Imaging: B-mode breast ultrasound.
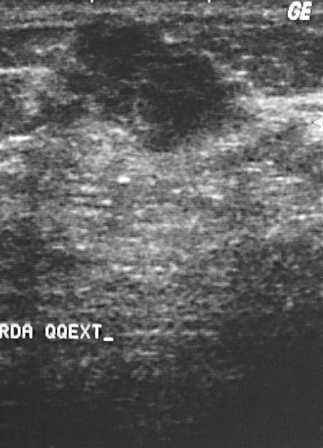
A lesion is seen with BI-RADS: 4.